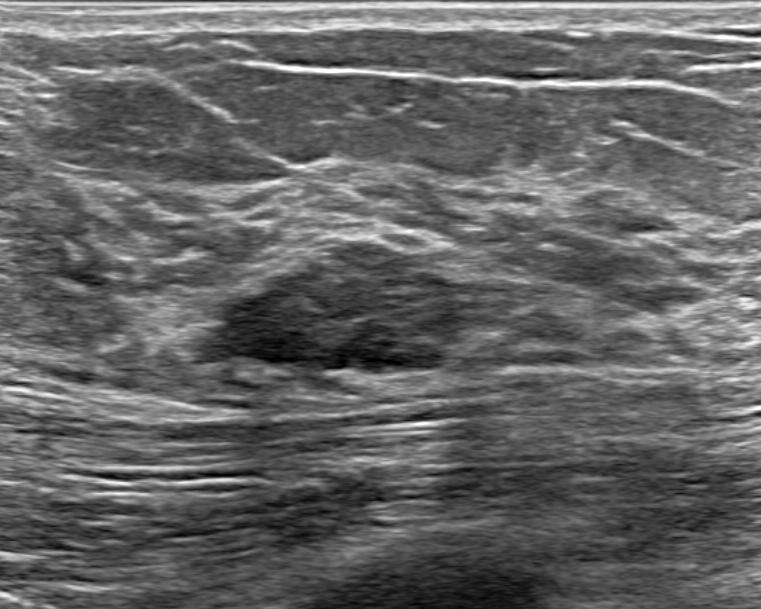
Background echotexture is heterogeneous: predominantly fibroglandular. Modality: breast ultrasound image. Patient age: 38.
Findings: an oval breast lesion of heterogeneous echotexture with a circumscribed margin. There is posterior acoustic enhancement. There are no calcifications. The breast lesion is categorized as BI-RADS 4A; on biopsy or follow-up it was benign. Radiologist's impression: Fibroadenoma.